Background tissue composition: homogeneous: fibroglandular. Modality: breast sonogram.
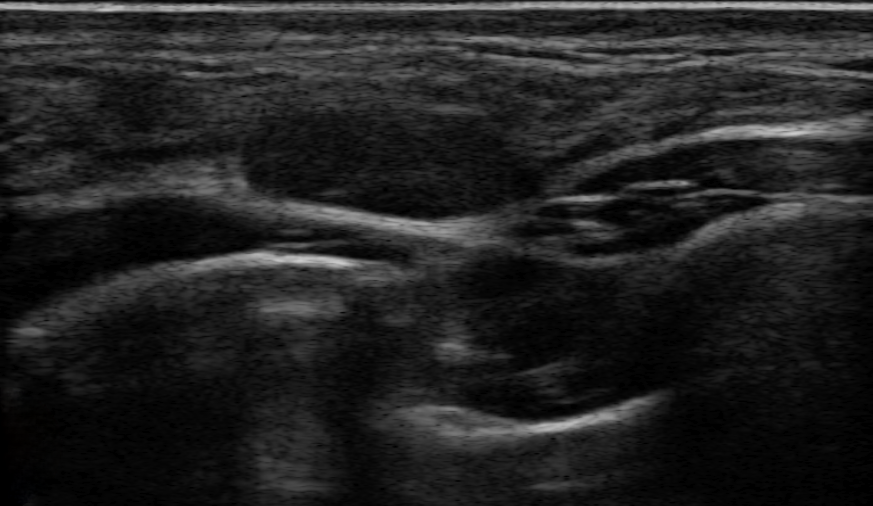
Biopsy or follow-up result: benign.